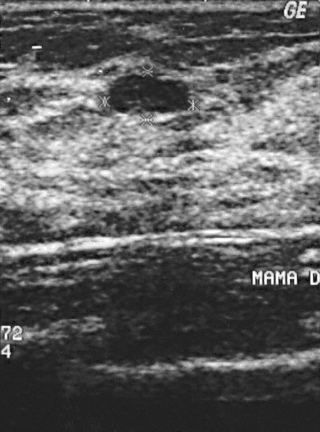
Modality: breast US.
Biopsy or follow-up result: benign.
Assigned BI-RADS 2.
Histopathology: fibroadenoma (benign).